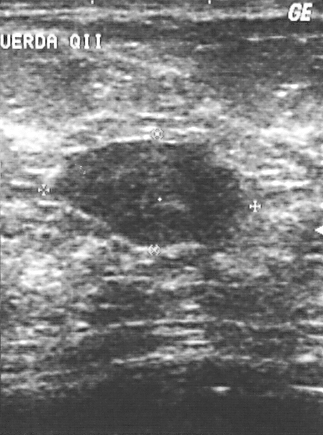
Acquired on GE Logiq 5 @10-12MHz. Imaging: breast sonogram.
Biopsy or follow-up result: benign.